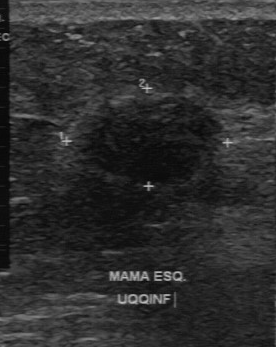
Modality: breast ultrasound.
BI-RADS 4 in the original read; on a second read the margin is regular, the boundary fairly clear and the finding hypoechoic. No calcifications are seen. The biopsy result was invasive ductal carcinoma; the finding is malignant.